Modality: breast ultrasound.
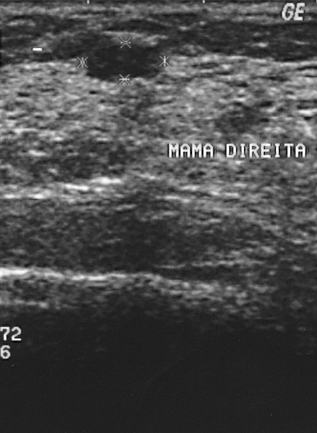
BI-RADS assessment: 2. The biopsy result was fibroadenoma; the lesion is benign. This lesion proved benign on biopsy or follow-up.